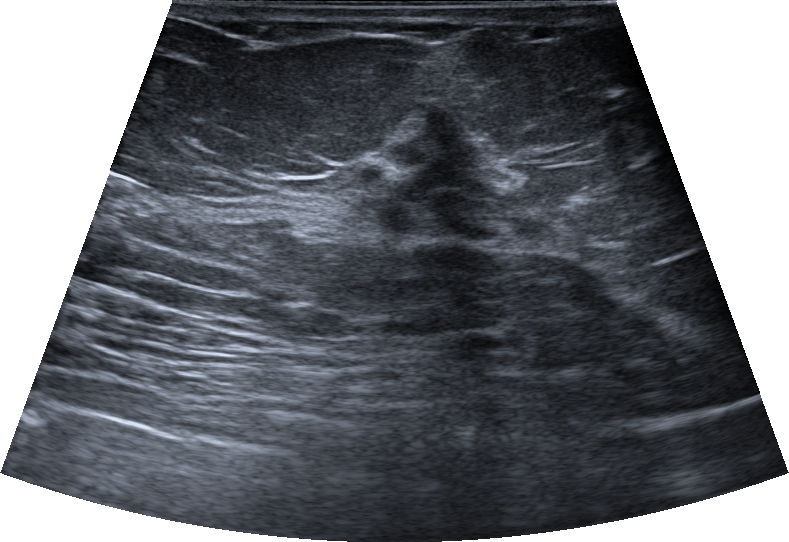
Background tissue composition: heterogeneous: predominantly fibroglandular. Modality: breast ultrasound image.
No skin thickening is seen.
The lesion is irregular in shape.
The lesion has microlobulated margins.
Echogenicity: heterogeneous.
Echogenic halo: absent.
Posterior features: none.
There are no calcifications.
Biopsy result: Intraductal papilloma.
The lesion is assessed as BI-RADS 4B.
Radiologic interpretation: Suspicion of malignancy; Fibroadenoma; Hamartoma.